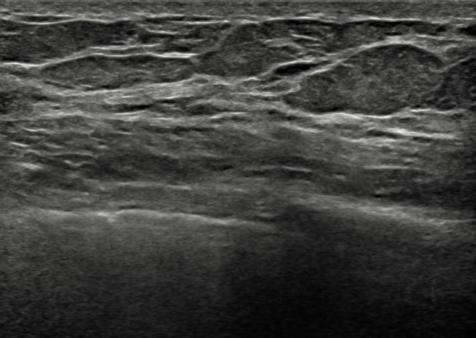
Breast ultrasound scan.
No focal lesion identified.